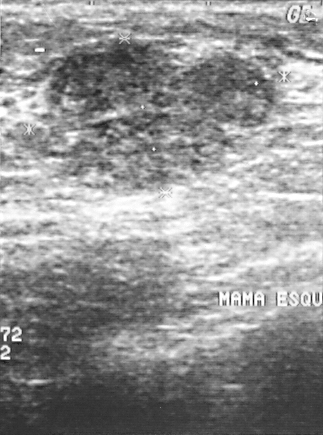
Modality: breast ultrasound.
Biopsy or follow-up result: benign. (BI-RADS category 2.)